Scanner: GE Logiq 7 @10-14MHz. Imaging: breast ultrasound scan.
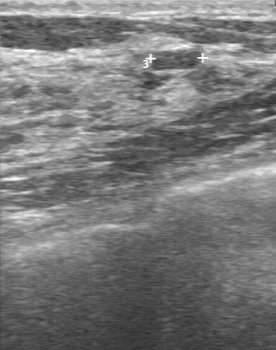
FINDINGS: Breast ultrasound scan. Internal echoes: slightly hypoechoic. Boundary: clear. Calcifications: absent. Margin: regular.
OUTCOME ON BIOPSY OR FOLLOW-UP: benign.